Imaging: breast US.
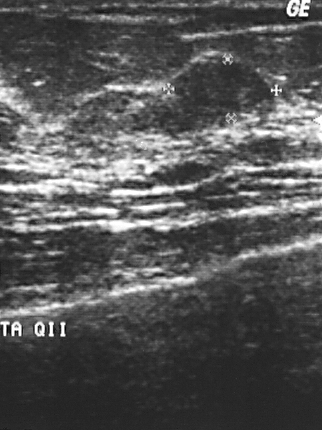
Breast lesion: benign on biopsy or follow-up.